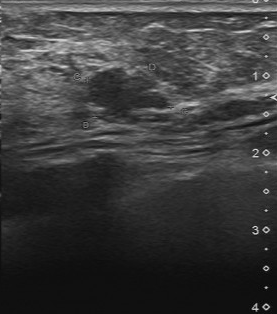
Modality: B-mode breast ultrasound.
The lesion was categorized BI-RADS 4 in the original read. On a second read by an independent reader: Margin: partially regular. Boundary: somewhat unclear. Internally the lesion is hypoechoic. Calcifications: none. Histopathology: intraductal papilloma (benign).